Modality: breast ultrasound scan.
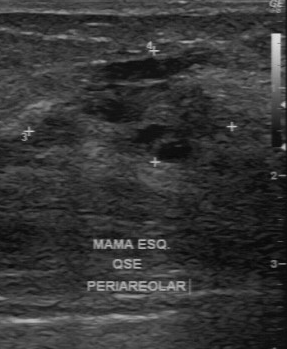
No calcifications are seen. The echogenicity is mixed cystic and solid. The boundary is unclear. Margin: irregular. The biopsy result is hyperplasia.